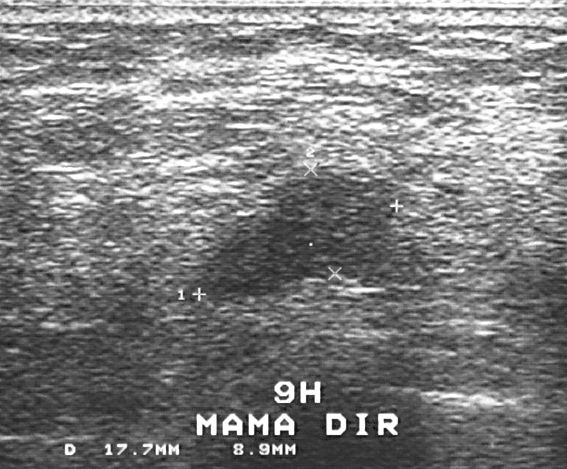
Breast ultrasound image. Scanner: GE Logiq 5 @10-12MHz.
This breast ultrasound image shows a breast lesion. Assessment: BI-RADS 3. The biopsy result was fibroadenoma; the breast lesion is benign.